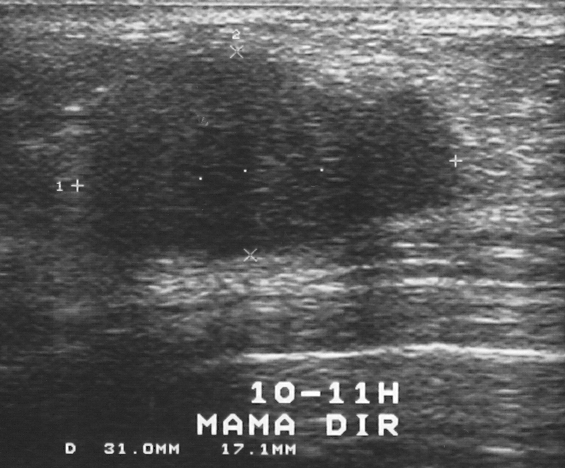
Breast ultrasound scan.
Breast ultrasound scan findings:
- histopathology: fibroadenoma
- BI-RADS: 4